Modality: breast ultrasound scan.
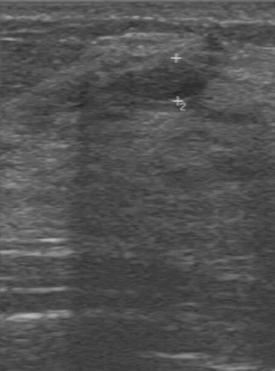
This breast ultrasound scan shows a finding with biopsy or follow-up result: benign, BI-RADS: 2, pathology: fibroadenoma.